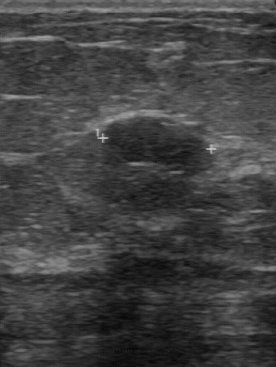
B-mode breast ultrasound. Acquired on GE Logiq 7 @10-14MHz.
Original-read BI-RADS category: 2. A second, independent read describes the breast lesion as follows. The margin is regular. Its boundary is clear. Internally the breast lesion is hypoechoic. No calcifications are seen. Histopathology: fibroadenoma (benign).